Acquired on GE Logiq 7 @10-14MHz. Imaging: B-mode breast ultrasound.
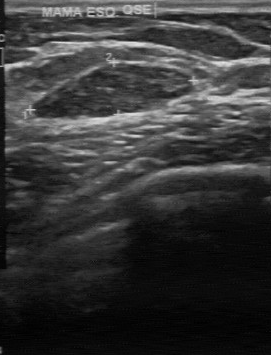
This B-mode breast ultrasound shows a lesion with BI-RADS on independent re-read: 3, original BI-RADS: 2, confirmed outcome (biopsy or follow-up): benign.